Imaging: breast ultrasound scan.
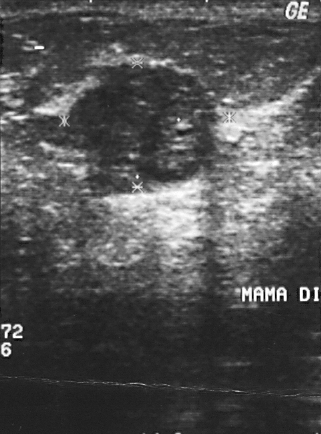
A mass is seen with pathology: fibroadenoma, BI-RADS: 2.